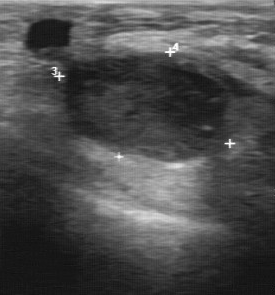
B-mode breast ultrasound.
Coordinates are pixels in the 275x295 image. Mass bounding box: [64, 53, 229, 162]. The mass is malignant on biopsy or follow-up.